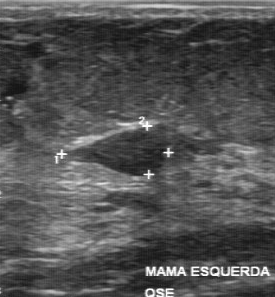
Breast US.
BI-RADS 4 in the original read; on a second read the margin is regular, the boundary clear and the mass hypoechoic. There are no calcifications. Biopsy showed fibroadenoma, a benign finding.